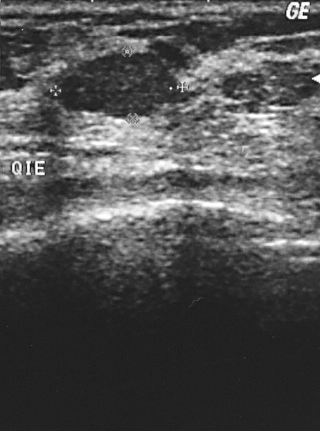
Breast sonogram. Scanner: GE Logiq 5 @10-12MHz.
Coordinates are pixels in the 320x431 image. Breast lesion bounding box: (61,54)-(186,119).